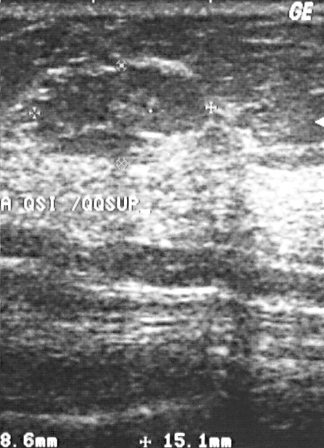
Imaging: breast sonogram. Scanner: GE Logiq 5 @10-12MHz.
The BI-RADS assessment is 3.